Imaging: breast US.
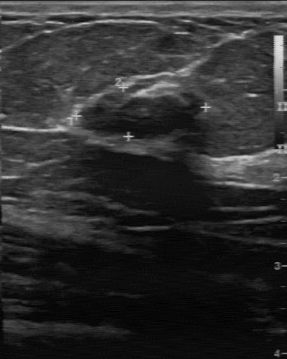
Finding: mass, benign on biopsy or follow-up. BI-RADS 4.